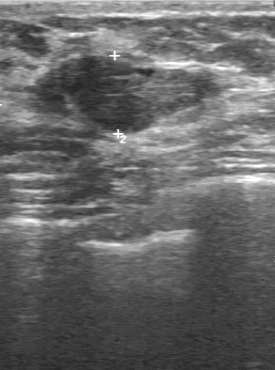
Acquired on GE Logiq 7 @10-14MHz. Modality: breast ultrasound image.
- BI-RADS on independent re-read: 3
- internal echoes: slightly hypoechoic
- confirmed outcome (biopsy or follow-up): benign
- original BI-RADS: 3